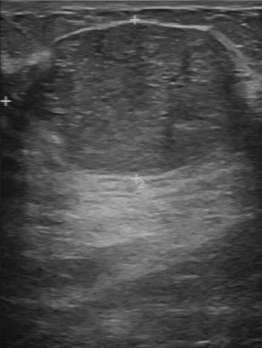
Breast ultrasound image. Acquired on GE Logiq 7 @10-14MHz.
BI-RADS 3 in the original read. Descriptors from an independent second read (not the reader who assigned the category): The lesion boundary is clear. The mass has a regular margin. Calcifications: none. Internally the mass is slightly hypoechoic. Histopathology: fibroadenoma (benign).